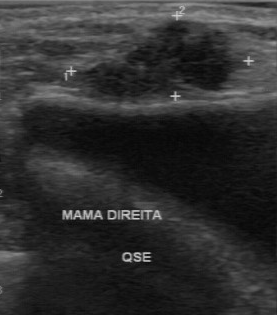
Modality: breast ultrasound scan.
The internal echoes are hypoechoic. The BI-RADS (second read) is 4A. The BI-RADS (first reader) is 4.